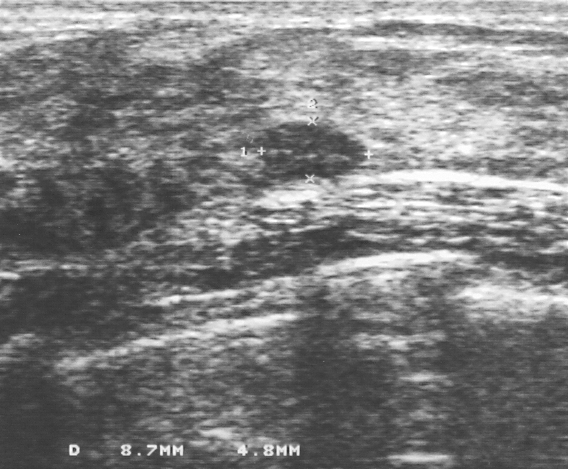
Breast ultrasound.
Biopsy result: fibroadenoma. BI-RADS: 3. Outcome on biopsy or follow-up: benign.
OUTCOME ON BIOPSY OR FOLLOW-UP: benign.